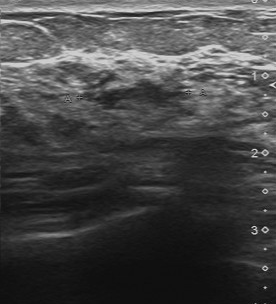
Modality: breast ultrasound image.
(coordinates in a 276x304 pixel frame) Lesion region of interest: x1=89, y1=79, x2=192, y2=113. The finding is benign on biopsy or follow-up. BI-RADS 4.